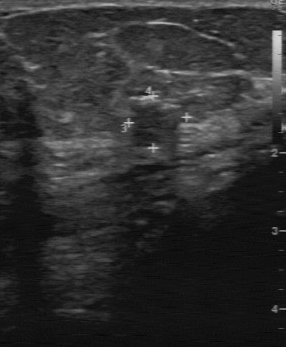
B-mode breast ultrasound.
FINDINGS: Calcifications: absent. Second-reader BI-RADS: 3. Lesion margin: partially regular.
OUTCOME ON BIOPSY OR FOLLOW-UP: benign.